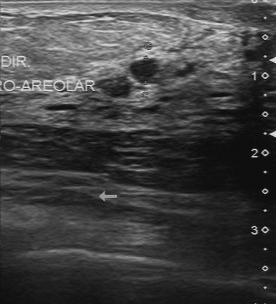
Imaging: breast ultrasound scan.
The histopathology is cyst. The second-reader BI-RADS is 3. No calcifications are seen.